Acquired on GE Logiq 7 @10-14MHz. B-mode breast ultrasound.
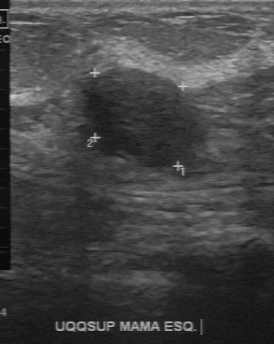
This B-mode breast ultrasound shows a breast lesion, benign on biopsy or follow-up.